Imaging: B-mode breast ultrasound.
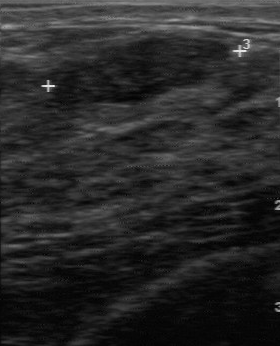
BI-RADS 3 in the original read. On a second, independent read, a breast lesion with a regular margin and a clear boundary is seen; it is hypoechoic. There are no calcifications. Biopsy showed fibroadenoma, a benign finding.